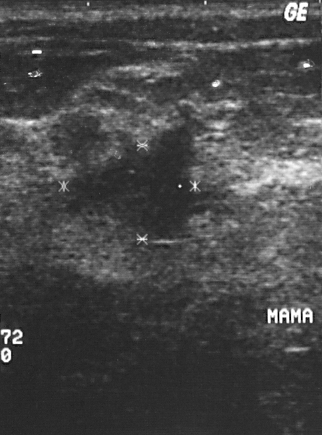
Modality: breast ultrasound image.
Pathology confirmed invasive ductal carcinoma. The breast lesion is malignant on biopsy or follow-up. BI-RADS category 4.